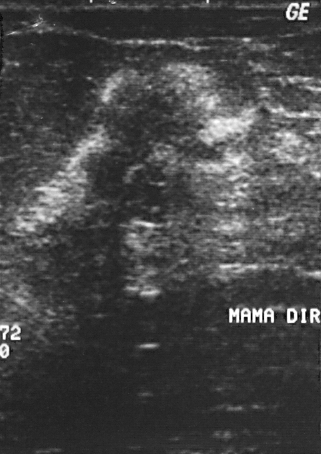
Imaging: breast ultrasound image. Acquired on GE Logiq 5 @10-12MHz.
Biopsy or follow-up result: benign. BI-RADS 5.